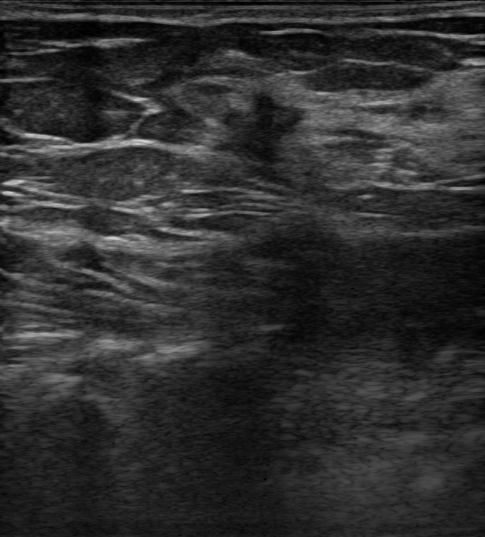
Imaging: breast US. Patient age: 62.
There is an irregular lesion that is hypoechoic, with spiculated margins. There are no posterior features. No echogenic halo is seen. The lesion is categorized as BI-RADS 5; on biopsy or follow-up it was malignant. Radiologic interpretation: Suspicion of malignancy. Biopsy result: Invasive carcinoma of no special type (NST).